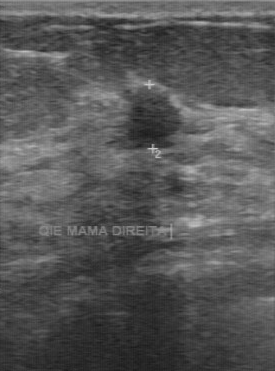
Imaging: breast ultrasound.
- BI-RADS category: 4